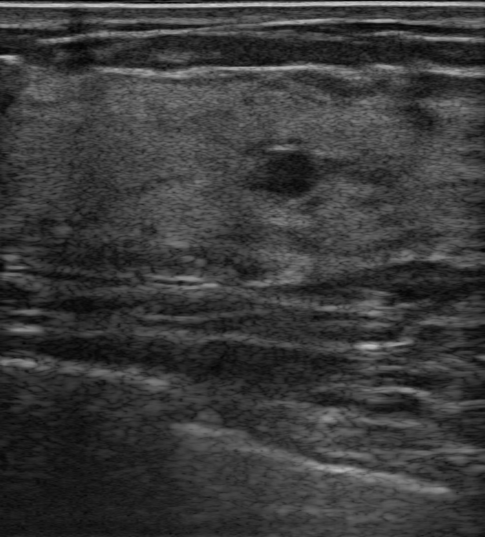
Imaging: breast ultrasound scan. Background tissue composition: homogeneous: fibroglandular.
The lesion occupies approximately (262,146)-(313,196).